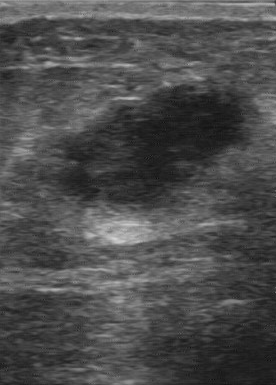
Imaging: breast US.
The original reader assigned BI-RADS 5. Descriptors from an independent second read (not the reader who assigned the category): Margin: regular. The lesion boundary is somewhat unclear. Echo pattern: hypoechoic. There are no calcifications. Biopsy showed invasive ductal carcinoma, a malignant finding.